Breast ultrasound scan.
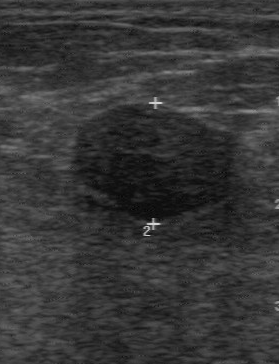
Biopsy or follow-up result: benign. Calcifications: none. Boundary: clear. Echo pattern: hypoechoic. Lesion margin: regular.